Breast US.
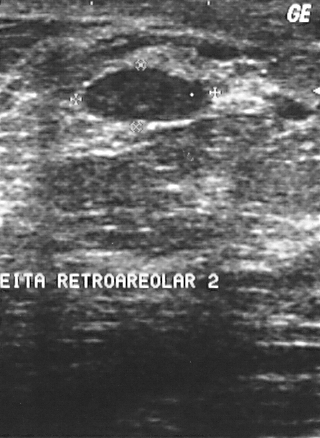
A breast lesion is seen. Assessment: BI-RADS 2. Pathology confirmed benign fat necrosis.